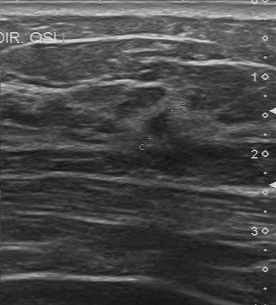
Imaging: breast ultrasound. Scanner: Toshiba Aplio 300 @12-14 MHz.
Coordinates are pixels in the 276x305 image. The mass occupies approximately x1=144, y1=109, x2=171, y2=138. BI-RADS 4.